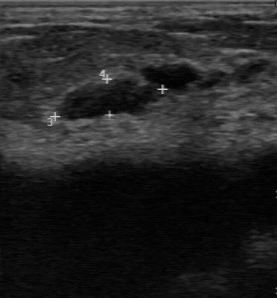
Breast ultrasound scan.
The confirmed outcome (biopsy or follow-up) is benign. Internal echoes are hypoechoic. There are no calcifications. Lesion boundary is clear. Lesion margin: regular. Biopsy result: cyst.